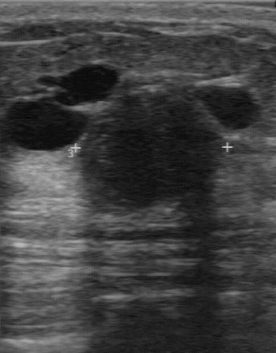
Imaging: B-mode breast ultrasound.
Pixel coordinates (x1, y1, x2, y2): The lesion is located within the bounding box [82, 89, 226, 216]. BI-RADS 3.